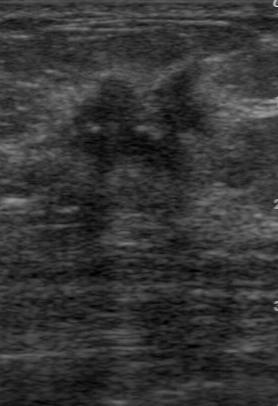
Imaging: breast ultrasound image.
The finding is malignant on biopsy or follow-up. BI-RADS 5.